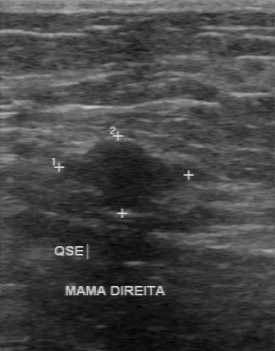
Imaging: breast ultrasound scan. Acquired on GE Logiq 7 @10-14MHz.
BI-RADS: 4. Biopsy result is fibroadenoma.